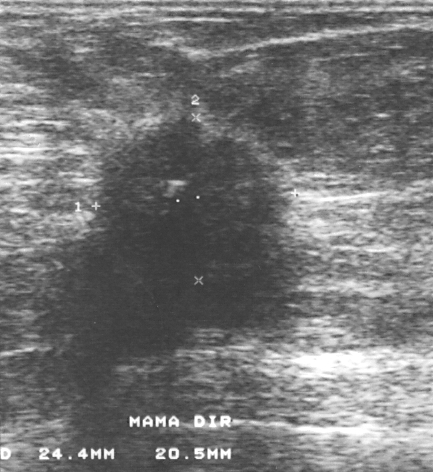
Modality: breast ultrasound. Acquired on GE Logiq 5 @10-12MHz.
A mass is present on this breast ultrasound. BI-RADS category 4. Pathology confirmed malignant invasive ductal carcinoma.